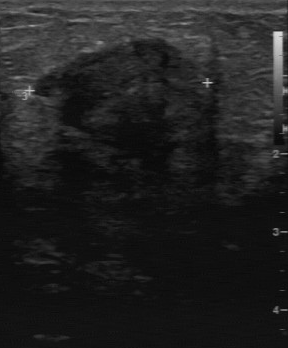
Imaging: breast ultrasound.
The mass was assessed as BI-RADS 4 by the original reader. A second reader, independent of the original assessment, describes a slightly hypoechoic mass with an irregular margin; the boundary is unclear. No calcifications are seen. Histopathology: invasive ductal carcinoma (malignant).